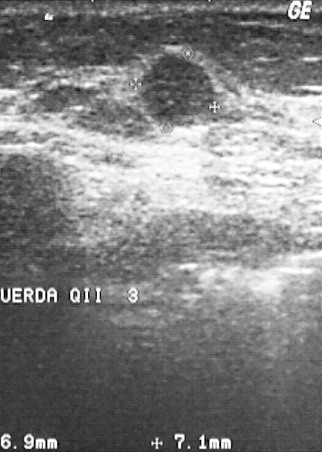
Scanner: GE Logiq 5 @10-12MHz. Imaging: breast ultrasound scan.
Coordinates are pixels in the 322x452 image. Lesion bounding box: 140 54 213 125. BI-RADS 3.